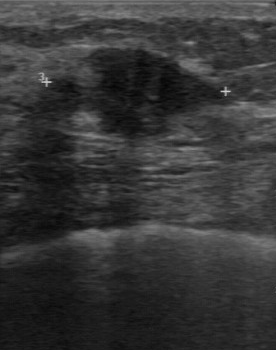
Imaging: breast ultrasound image.
FINDINGS: Breast ultrasound image. Boundary: somewhat unclear. Echogenicity: hypoechoic. Calcifications: none. Margin: partially regular.